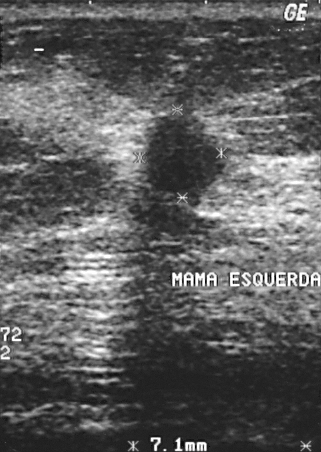
Modality: breast ultrasound image. Acquired on GE Logiq 5 @10-12MHz.
Biopsy showed invasive ductal carcinoma. Assigned BI-RADS 4. This lesion proved malignant on biopsy or follow-up.